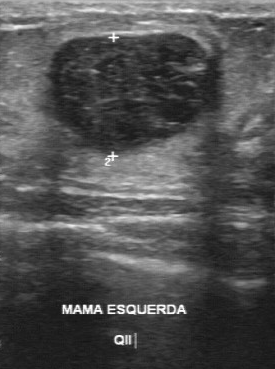
Modality: breast ultrasound.
Coordinates are pixels in the 275x369 image. Lesion region of interest: (50,32)-(214,150). The breast lesion is benign on biopsy or follow-up. BI-RADS 3.